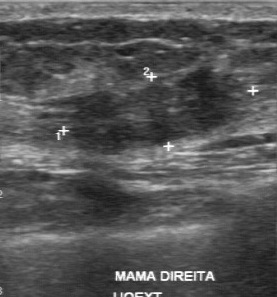
Modality: breast ultrasound scan.
The mass was assessed as BI-RADS 4 by the original reader.
A second, independent read describes the mass as follows.
The mass has an irregular margin.
The lesion boundary is unclear.
Internally the mass is slightly hypoechoic.
Calcifications: suspected.
Biopsy showed fibroadenoma, a benign finding.